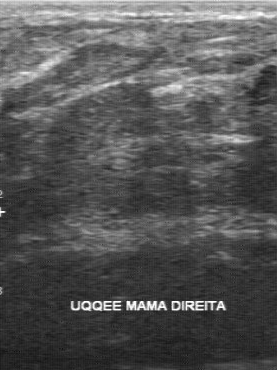
Imaging: breast sonogram.
Biopsy result: fibroadenoma. BI-RADS assessment: 4.